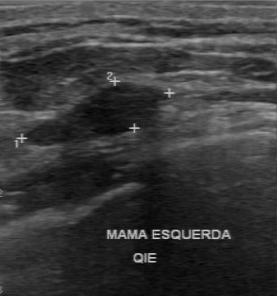
Modality: breast ultrasound scan.
Histopathology is fibroadenoma. Boundary: clear. Contour is regular. The echogenicity is hypoechoic. No calcifications are seen.